Acquired on GE Logiq 7 @10-14MHz. Modality: breast ultrasound image.
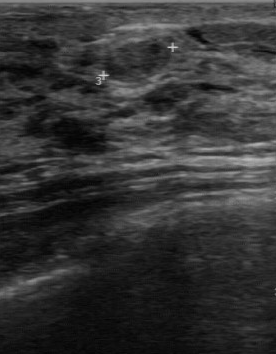
BI-RADS 2 in the original read; on a second read the margin is regular, the boundary clear and the finding hypoechoic. There are no calcifications. The biopsy result was intraductal papilloma; the finding is benign.